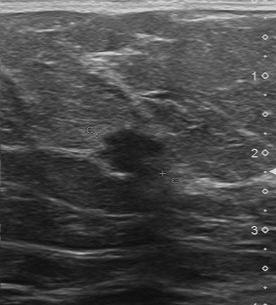
Acquired on Toshiba Aplio 300 @12-14 MHz. Modality: breast sonogram.
Lesion characteristics:
- BI-RADS category: 5